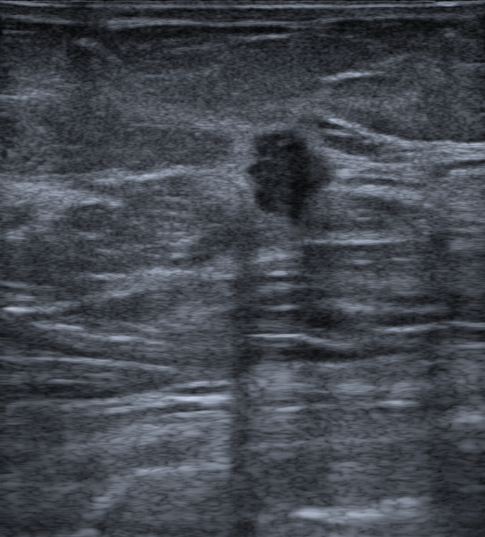
Patient age: 76. Modality: breast sonogram.
Shape: irregular. Margin: not circumscribed - angular and indistinct. Calcifications: none. BI-RADS category: 4C. Posterior features: none. Histopathology: Invasive carcinoma of no special type (NST).
OUTCOME ON BIOPSY OR FOLLOW-UP: malignant.